Breast sonogram.
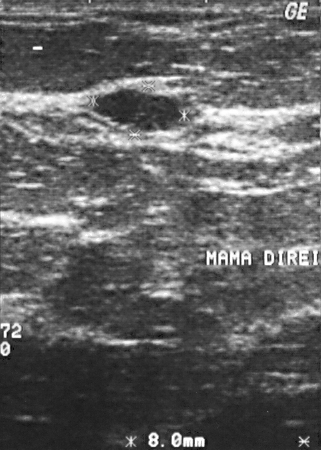
This breast sonogram shows a lesion with biopsy or follow-up result: benign, BI-RADS category: 2.